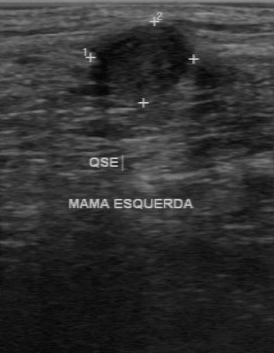
Acquired on GE Logiq 7 @10-14MHz. Modality: B-mode breast ultrasound.
Segment the lesion: bounding box top-left (90, 23), bottom-right (193, 102). The lesion is malignant on biopsy or follow-up.